Modality: breast sonogram.
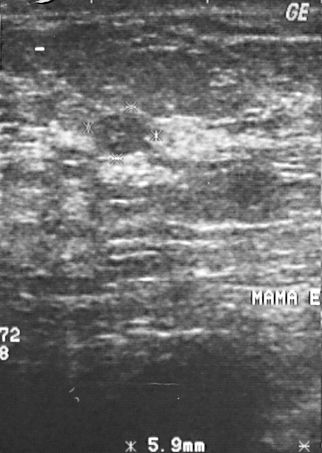
Finding: mass, benign on biopsy or follow-up.